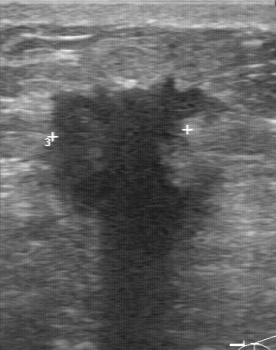
Imaging: breast US.
The echogenicity is hypoechoic. Biopsy or follow-up result is malignant. The lesion boundary is unclear. The margin is irregular. Calcifications are absent.